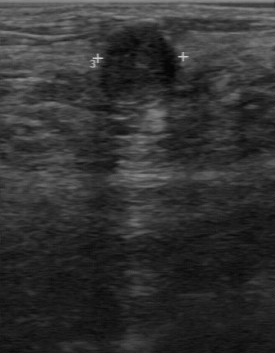
Scanner: GE Logiq 7 @10-14MHz. Breast sonogram.
The original reader assigned BI-RADS 4. A second, independent read describes the mass as follows. Echo pattern: hypoechoic. Boundary: fairly clear. Margin: partially regular. There are no calcifications. Histopathology: invasive ductal carcinoma (malignant).